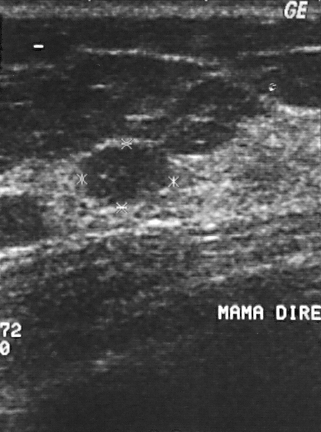
Breast sonogram.
Histopathology: fibroadenoma.
BI-RADS category 2.
This breast lesion proved benign on biopsy or follow-up.